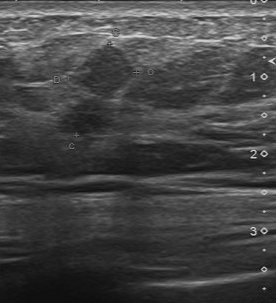
Modality: breast US.
Outcome on biopsy or follow-up: malignant.